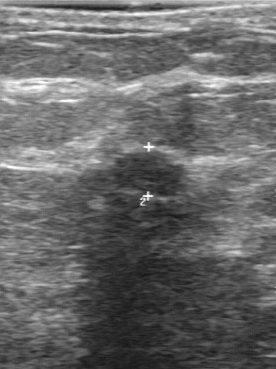
Modality: breast sonogram.
Finding bounding box: x1=112, y1=150, x2=190, y2=198. The finding is benign on biopsy or follow-up.